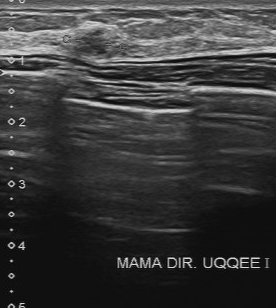
Modality: breast sonogram. Acquired on Toshiba Aplio 300 @12-14 MHz.
Pixel coordinates (x1, y1, x2, y2): The lesion occupies approximately top-left (70, 27), bottom-right (119, 55). The lesion is benign on biopsy or follow-up.